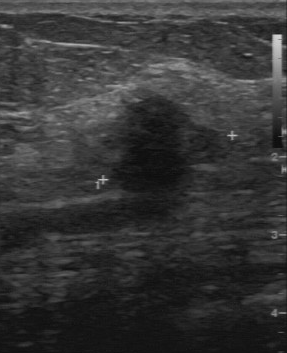
Scanner: GE Logiq 7 @10-14MHz. Modality: breast US.
Histopathology is medullary carcinoma. BI-RADS category is 4.